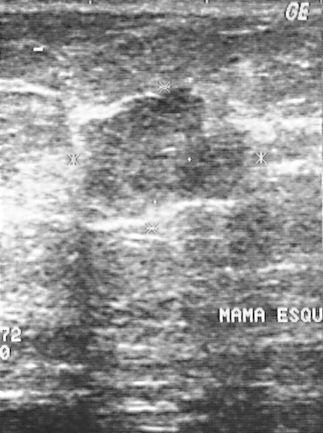
B-mode breast ultrasound.
This lesion proved malignant on biopsy or follow-up. The lesion is assessed as BI-RADS 4. Pathology confirmed invasive ductal carcinoma.